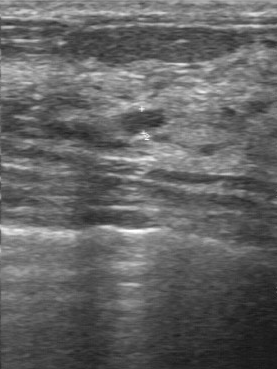
Imaging: breast US.
Biopsy or follow-up result: malignant. BI-RADS 3.